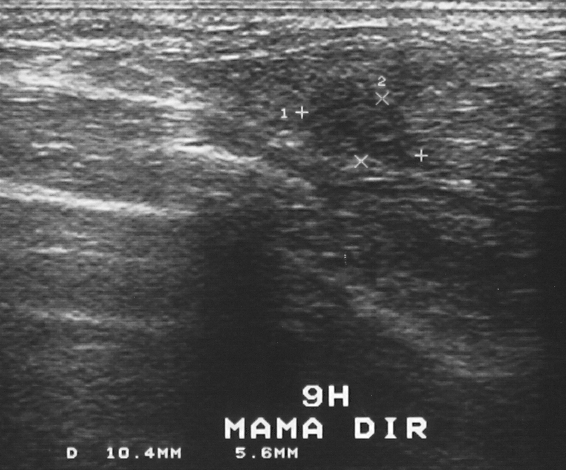
Imaging: B-mode breast ultrasound.
The breast lesion is benign on biopsy or follow-up. Histopathology: fibrocystic changes (benign). Assigned BI-RADS 4.